Scanner: GE Logiq 7 @10-14MHz. Imaging: breast ultrasound image.
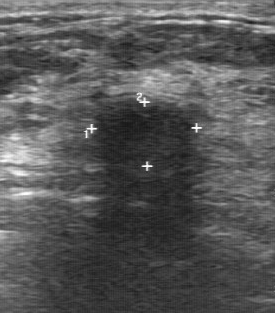
Pixel coordinates (x1, y1, x2, y2): The breast lesion is located within the bounding box (97, 105) to (191, 167). BI-RADS 2.